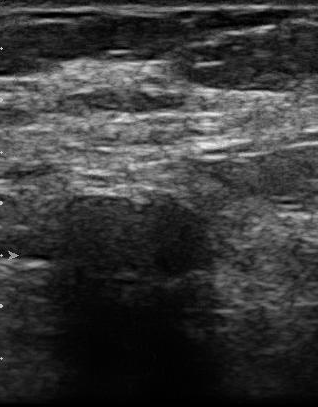
Breast US.
The original reader assigned BI-RADS 3. Descriptors from an independent second read (not the reader who assigned the category): No calcifications are seen. Boundary: fairly clear. The mass has a regular margin. Internally the mass is hypoechoic. The biopsy result was fibroadenoma; the mass is benign.